Breast sonogram.
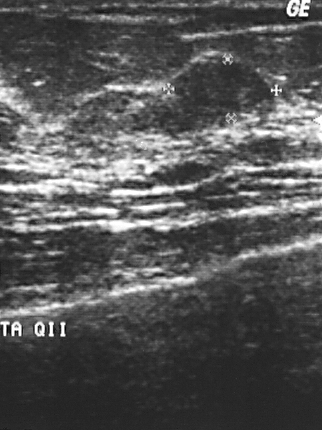
This breast sonogram shows a mass. BI-RADS category 2. The biopsy result was fibroadenoma; the mass is benign.